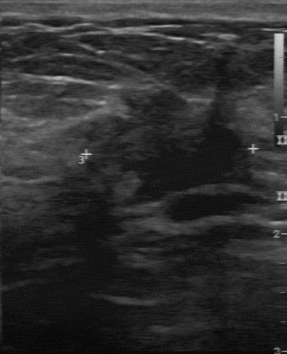
Modality: breast ultrasound.
BI-RADS assessment is 4.